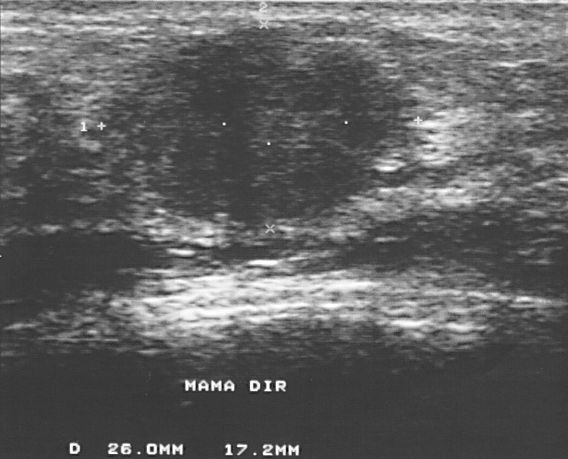
B-mode breast ultrasound.
Biopsy showed invasive ductal carcinoma, a malignant finding. Assigned BI-RADS 4. Biopsy or follow-up result: malignant.